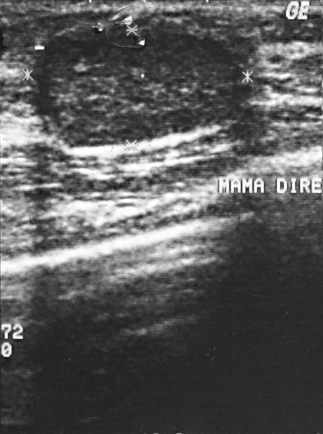
Imaging: breast ultrasound image.
Coordinates are pixels in the 323x434 image. The lesion is located within the bounding box 32 28 239 145. BI-RADS 2.